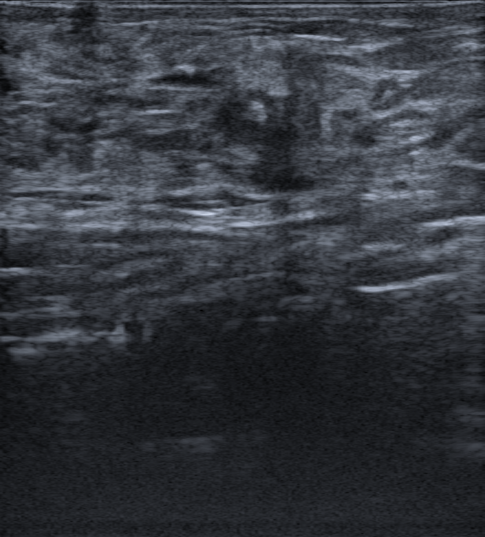
Imaging: breast sonogram. Background tissue composition: heterogeneous: predominantly fat.
FINDINGS: Pathology: Invasive lobular carcinoma. Echogenic halo: none. Margin: not circumscribed - spiculated and indistinct. Skin thickening: none. Lesion shape: irregular. Echo pattern: hypoechoic. BI-RADS: 4C. Calcifications: none.
OUTCOME ON BIOPSY OR FOLLOW-UP: malignant.